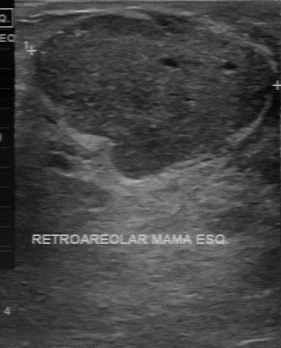
Modality: B-mode breast ultrasound. Scanner: GE Logiq 7 @10-14MHz.
This B-mode breast ultrasound shows a finding with confirmed outcome (biopsy or follow-up): benign, histopathology: fibroadenoma, BI-RADS assessment: 3.